Breast sonogram.
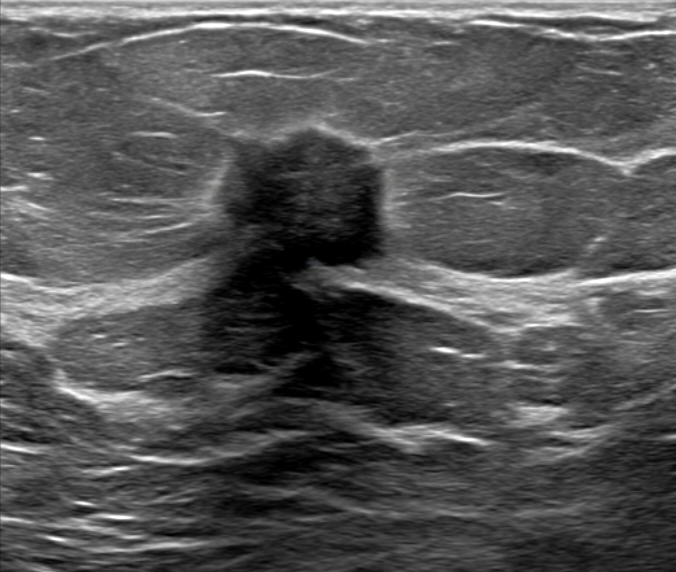
Biopsy result: Invasive carcinoma of no special type (NST); Mucinous carcinoma. BI-RADS: 5. Echotexture: hypoechoic. Shape: irregular. Borders: not circumscribed - angular and indistinct. Outcome on biopsy or follow-up: malignant. Skin thickening: none. Echogenic halo: present. Posterior acoustic features: shadowing.
OUTCOME ON BIOPSY OR FOLLOW-UP: malignant.